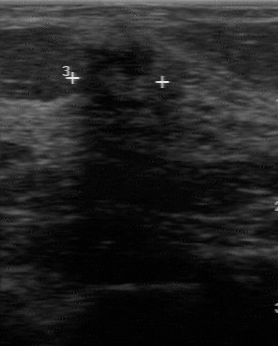
Imaging: breast ultrasound image.
BI-RADS: 4. Pathology is invasive ductal carcinoma.